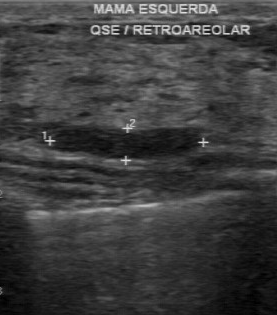
Imaging: B-mode breast ultrasound. Acquired on GE Logiq 7 @10-14MHz.
Pixel coordinates (x1, y1, x2, y2): Lesion bounding box: [50, 125, 199, 159].